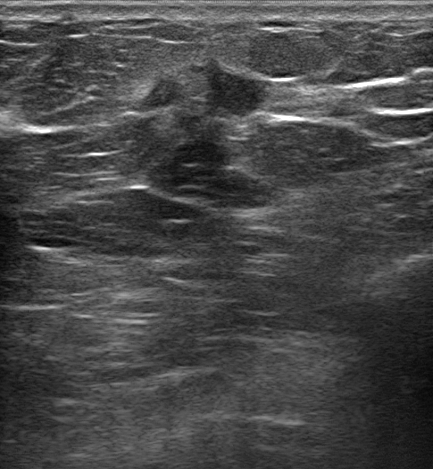
Age 41. Imaging: breast sonogram.
The breast lesion is located within the bounding box x1=131, y1=61, x2=270, y2=124. The breast lesion is malignant on biopsy or follow-up.